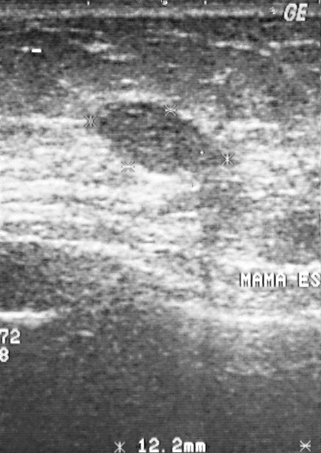
Breast ultrasound.
This breast ultrasound shows a finding. Assessment: BI-RADS 3. Pathology confirmed malignant papillary carcinoma.